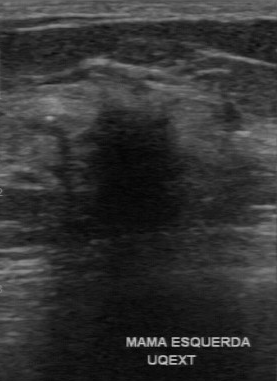
Imaging: breast sonogram.
BI-RADS: 5. Confirmed outcome (biopsy or follow-up) is malignant.